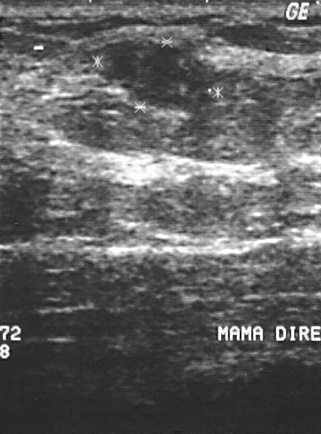
Scanner: GE Logiq 5 @10-12MHz. Imaging: breast ultrasound.
A mass is seen. It was assessed as BI-RADS 2. The biopsy result was sclerosing adenosis; the mass is benign.